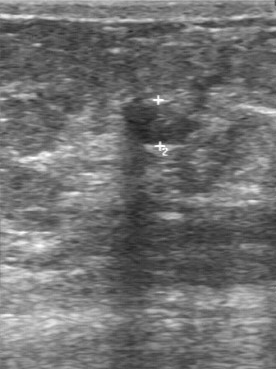
Breast ultrasound scan.
A mass is seen with BI-RADS assessment: 3, outcome on biopsy or follow-up: benign.